Breast ultrasound scan. Acquired on GE Logiq 7 @10-14MHz.
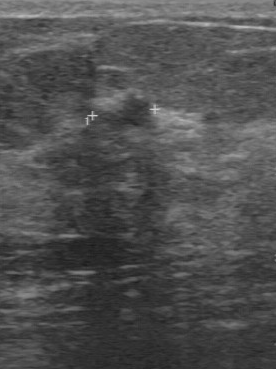
The mass demonstrates partially regular lesion margin, confirmed outcome (biopsy or follow-up): malignant, hypoechoic echo pattern, calcifications: none, somewhat unclear lesion boundary.